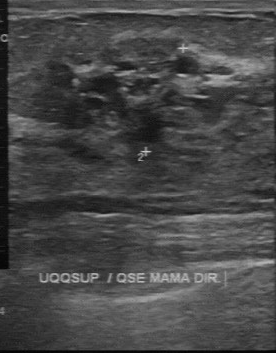
Breast ultrasound scan. Scanner: GE Logiq 7 @10-14MHz.
The biopsy or follow-up result is benign. The boundary is unclear. The echo pattern is heterogeneous. Margin: irregular. Calcifications are suspected.